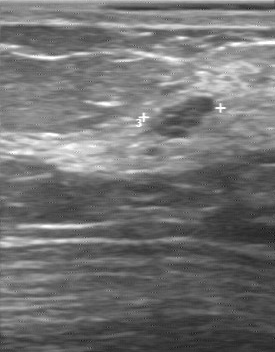
Imaging: breast ultrasound scan.
The finding is benign on biopsy or follow-up.